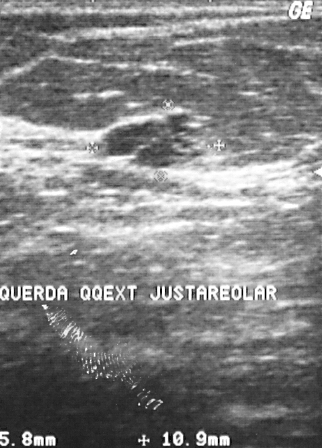
Scanner: GE Logiq 5 @10-12MHz. Modality: breast ultrasound image.
A finding is seen. BI-RADS category 3. Histopathology: cyst (benign).